Scanner: GE Logiq 7 @10-14MHz. Modality: breast US.
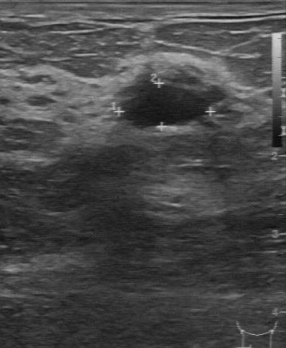
Mass: benign on biopsy or follow-up.